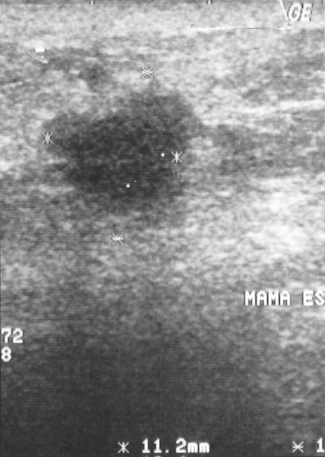
Modality: breast ultrasound image.
This mass proved malignant on biopsy or follow-up. Histopathology: invasive ductal carcinoma (malignant). BI-RADS assessment: 4.